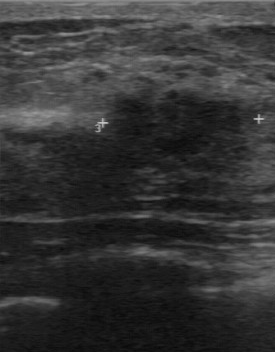
Scanner: GE Logiq 7 @10-14MHz. Imaging: breast sonogram.
Original-read BI-RADS category: 4. A second reader, independent of the original assessment, describes a hypoechoic breast lesion with a regular margin; the boundary is somewhat unclear. No calcifications are seen. Histopathology: fibroadenoma (benign).